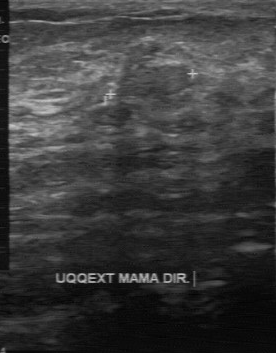
Modality: breast ultrasound image.
This breast ultrasound image shows a lesion, benign on biopsy or follow-up. (BI-RADS category 3.)